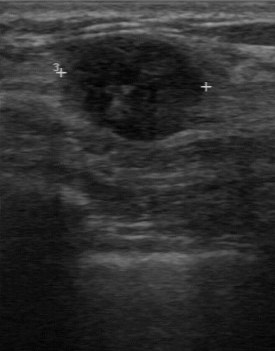
Modality: breast US. Scanner: GE Logiq 7 @10-14MHz.
- second-reader BI-RADS: 3